Breast sonogram.
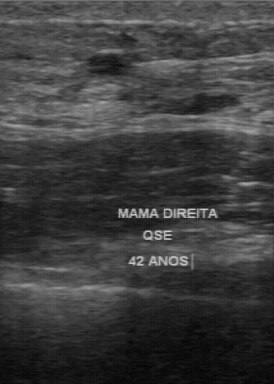
BI-RADS category is 3. Biopsy or follow-up result: benign. The biopsy result is ductal hyperplasia.